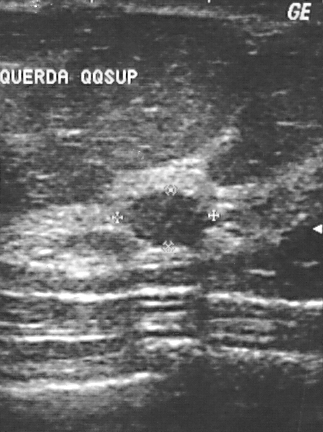
Breast US.
BI-RADS category is 2. The confirmed outcome (biopsy or follow-up) is benign.